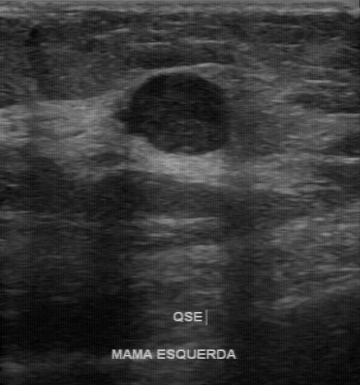
Breast ultrasound.
Coordinates are pixels in the 360x385 image. The lesion occupies approximately (107, 73) to (230, 157). The lesion is malignant on biopsy or follow-up.